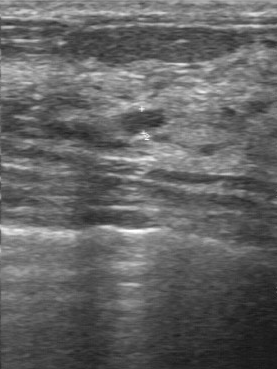
Acquired on GE Logiq 7 @10-14MHz. Breast ultrasound scan.
BI-RADS 3 in the original read. On a second, independent read, a finding with a regular margin and a clear boundary is seen; it is slightly hypoechoic. Calcifications: none. The biopsy result was ductal carcinoma in situ; the finding is malignant.